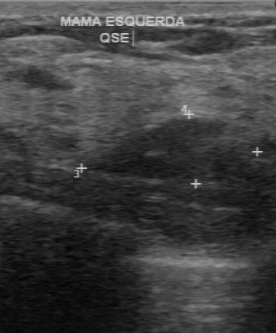
Breast ultrasound.
Original BI-RADS: 3. Second-reader BI-RADS: 3.